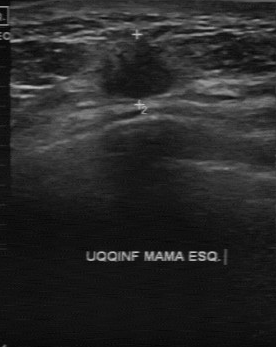
Modality: breast ultrasound image. Acquired on GE Logiq 7 @10-14MHz.
The biopsy or follow-up result is malignant. The BI-RADS category is 4.